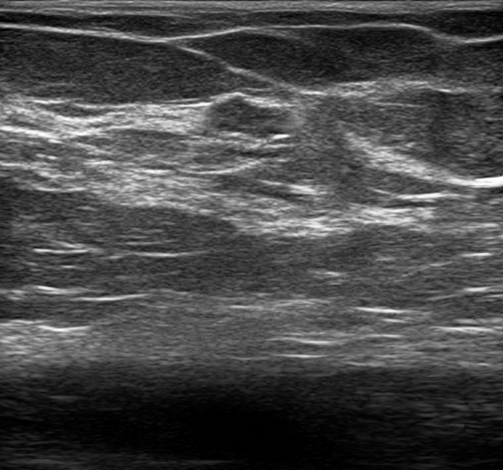
B-mode breast ultrasound. 51-year-old patient.
Finding: breast lesion, benign on biopsy or follow-up. (BI-RADS category 3.)